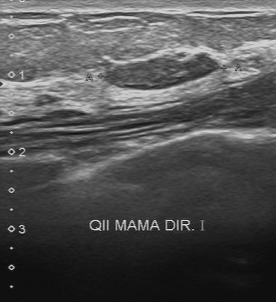
Scanner: Toshiba Aplio 300 @12-14 MHz. Imaging: B-mode breast ultrasound.
This B-mode breast ultrasound shows a lesion, benign on biopsy or follow-up. BI-RADS 3.